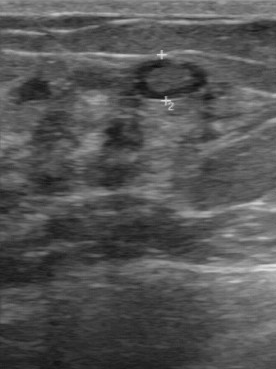
Imaging: breast US. Acquired on GE Logiq 7 @10-14MHz.
Lesion bounding box: x1=132, y1=58, x2=210, y2=100.